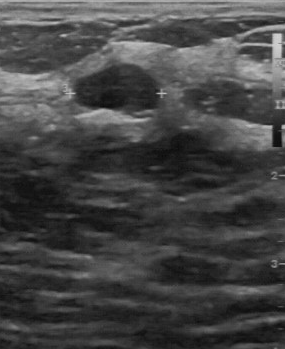
Modality: breast ultrasound scan.
The lesion was categorized BI-RADS 2 in the original read. On a second, independent read, a lesion with a regular margin and a clear boundary is seen; it is hypoechoic. The biopsy result was cyst; the lesion is benign.